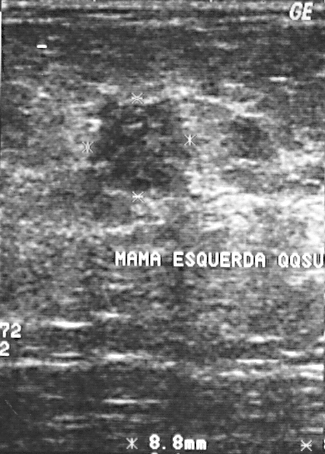
Breast ultrasound scan. Scanner: GE Logiq 5 @10-12MHz.
This breast ultrasound scan shows a mass with biopsy or follow-up result: benign, BI-RADS assessment: 3.